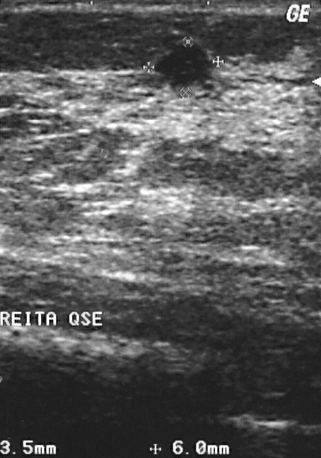
Breast ultrasound.
Biopsy or follow-up result: benign. BI-RADS 2.